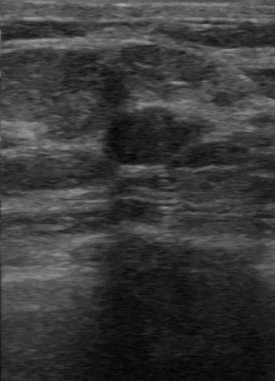
Breast ultrasound image.
Original-read BI-RADS category: 3. A second reader, independent of the original assessment, describes a hypoechoic breast lesion with a regular margin; the boundary is clear. Pathology confirmed benign fibroadenoma.